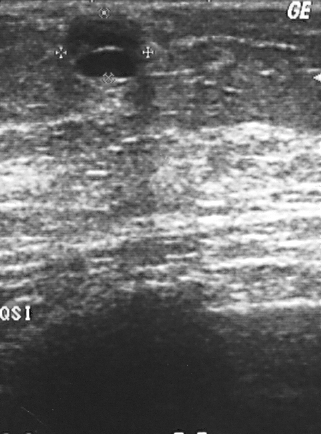
Breast ultrasound image.
Biopsy result is cyst. The outcome on biopsy or follow-up is benign. BI-RADS category: 2.